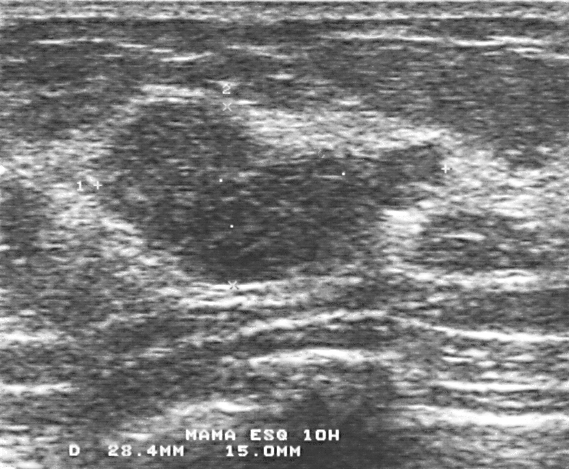
Modality: breast sonogram.
Pixel coordinates (x1, y1, x2, y2): The mass is located within the bounding box top-left (87, 102), bottom-right (449, 288). The mass is benign on biopsy or follow-up.